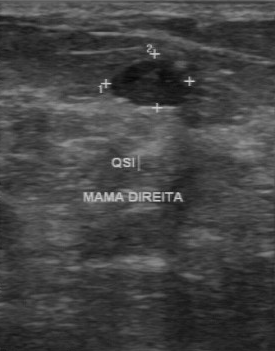
Acquired on GE Logiq 7 @10-14MHz. Imaging: breast US.
This breast US shows a lesion with fairly clear boundary, regular margin, hypoechoic echo pattern, calcifications: none.